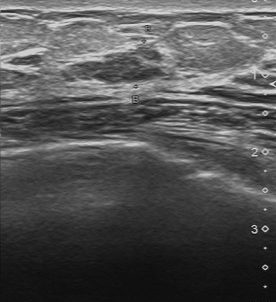
Acquired on Toshiba Aplio 300 @12-14 MHz. B-mode breast ultrasound.
Coordinates are pixels in the 276x302 image. The finding occupies approximately 92 48 166 82. The finding is benign on biopsy or follow-up.